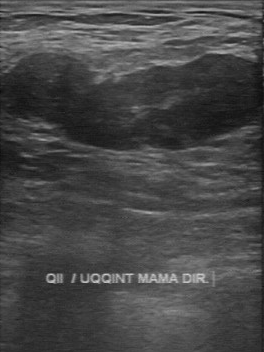
Imaging: breast US.
The finding demonstrates confirmed outcome (biopsy or follow-up): benign, pathology: fibroadenoma, BI-RADS category: 4.